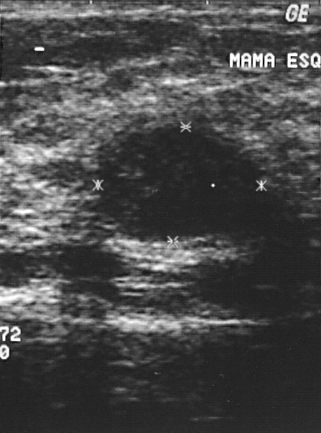
Acquired on GE Logiq 5 @10-12MHz. Imaging: breast ultrasound scan.
This breast ultrasound scan shows a mass. Assessment: BI-RADS 2. Pathology confirmed benign fibroadenoma.